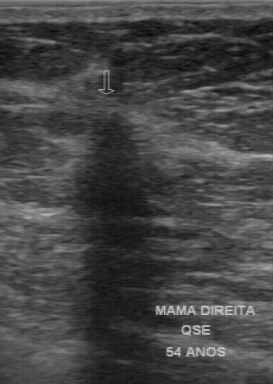
Scanner: GE Logiq 7 @10-14MHz. Modality: breast sonogram.
BI-RADS 4 in the original read. A second reader, independent of the original assessment, describes a hypoechoic finding with an irregular margin; the boundary is unclear. Histopathology: invasive ductal carcinoma (malignant).